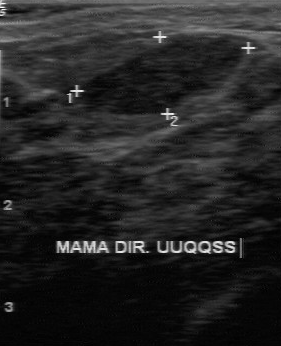
Breast ultrasound.
The breast lesion demonstrates BI-RADS category: 3, confirmed outcome (biopsy or follow-up): benign, histopathology: fibroadenoma.